Breast ultrasound.
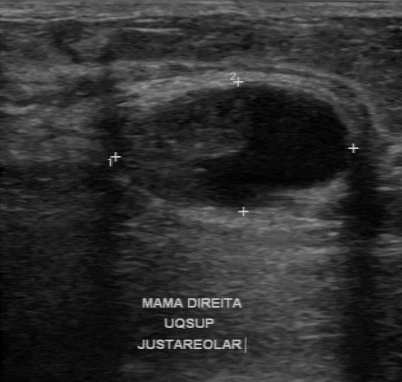
This breast ultrasound shows a finding with fairly clear boundary, calcifications: none, independent BI-RADS assessment: 3, regular margin, mixed cystic and solid echo pattern.